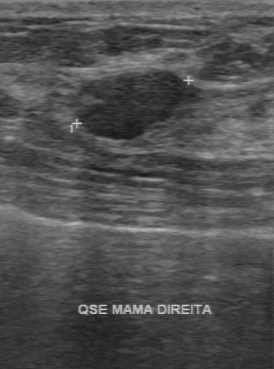
Modality: breast ultrasound scan.
Finding: lesion, benign on biopsy or follow-up.